Imaging: breast ultrasound scan.
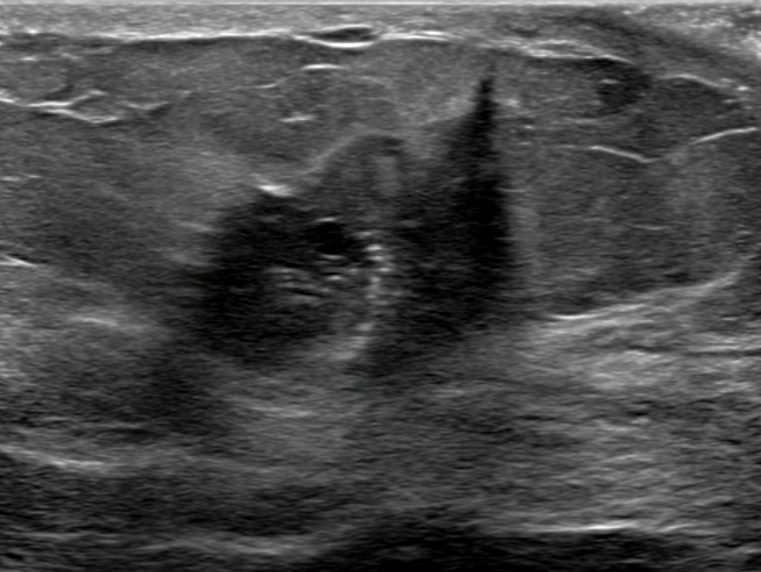
Pathology is Invasive carcinoma of no special type (NST). Margin: not circumscribed - angular and indistinct. BI-RADS is 5. There is no echogenic halo. The posterior acoustic features are combined. Echotexture is heterogeneous. Verification: confirmed by biopsy. The shape is irregular. Skin thickening is absent.